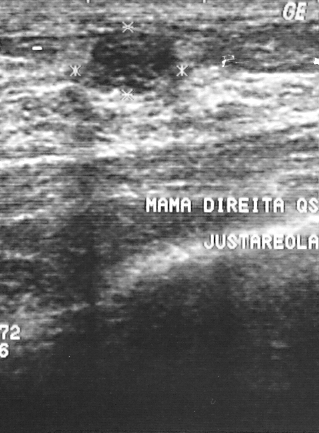
Breast US.
This mass proved benign on biopsy or follow-up. The mass is assessed as BI-RADS 2. The biopsy result was fibroadenoma; the mass is benign.